Modality: B-mode breast ultrasound.
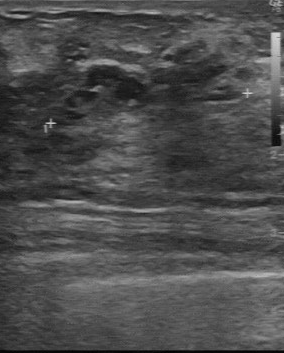
Pixel coordinates (x1, y1, x2, y2): Finding bounding box: 63 34 257 122. BI-RADS 3.